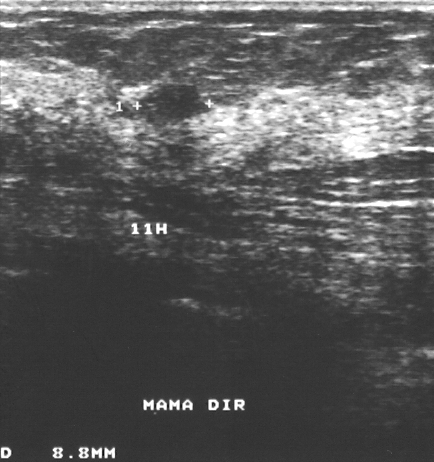
Scanner: GE Logiq 5 @10-12MHz. Modality: breast ultrasound.
A mass is seen with biopsy or follow-up result: benign, BI-RADS category: 3.